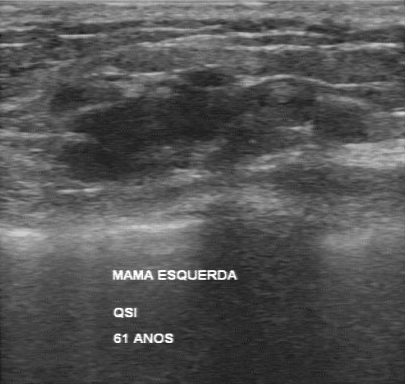
Breast ultrasound image. Scanner: GE Logiq 7 @10-14MHz.
Breast ultrasound image findings:
- BI-RADS: 4
- histopathology: adenocarcinoma
- biopsy or follow-up result: malignant